Imaging: breast sonogram.
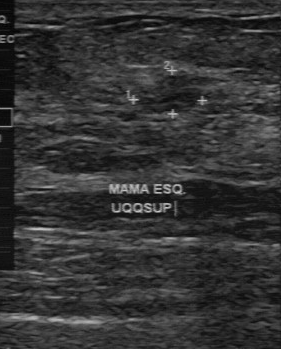
The lesion was assessed as BI-RADS 4 by the original reader.
The following findings are from a second reader, independent of the original assessment.
Margin: partially regular.
Boundary: somewhat unclear.
Internally the lesion is slightly hypoechoic.
Calcifications: none.
Histopathology: fibroadenoma (benign).